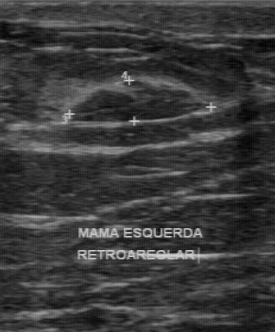
Modality: breast US.
Original-read BI-RADS category: 3. The following findings are from a second reader, independent of the original assessment. Margin: regular. Boundary: clear. Echo pattern: hypoechoic. No calcifications are seen. The biopsy result was fibroadenoma; the mass is benign.